Breast sonogram.
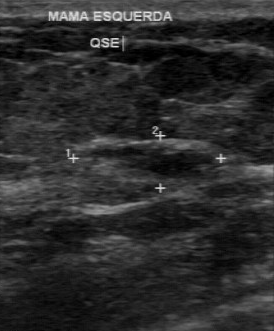
The lesion is malignant on biopsy or follow-up.